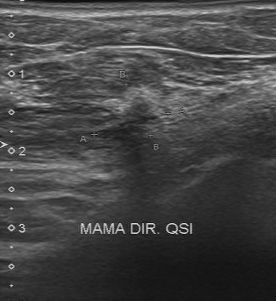
Scanner: Toshiba Aplio 300 @12-14 MHz. Modality: breast sonogram.
The finding was categorized BI-RADS 4 in the original read. A second reader, independent of the original assessment, describes a slightly hypoechoic finding with an irregular margin; the boundary is unclear. There are no calcifications. Biopsy showed invasive ductal carcinoma, a malignant finding.